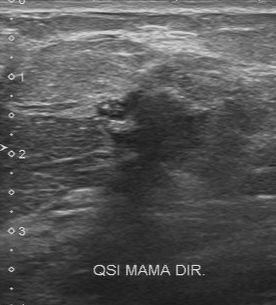
Modality: breast ultrasound. Scanner: Toshiba Aplio 300 @12-14 MHz.
FINDINGS: Breast ultrasound. Lesion margin: irregular. Lesion boundary: unclear. Confirmed outcome (biopsy or follow-up): malignant. Internal echoes: hypoechoic. Calcifications: suspected.